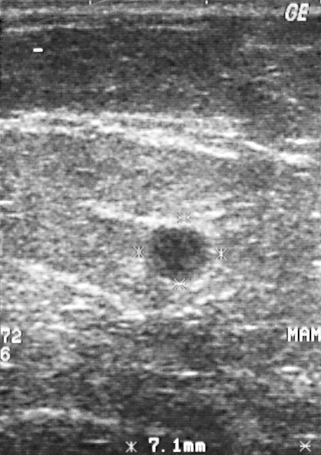
Scanner: GE Logiq 5 @10-12MHz. Imaging: breast ultrasound image.
Biopsy or follow-up result: benign.